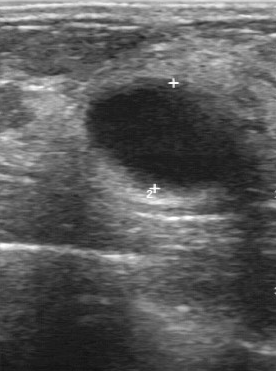
Modality: B-mode breast ultrasound.
Original-read BI-RADS category: 2. Descriptors from an independent second read (not the reader who assigned the category): The finding has a regular margin. The lesion boundary is clear. Echo pattern: hypoechoic. Calcifications: none. Histopathology: cyst (benign).